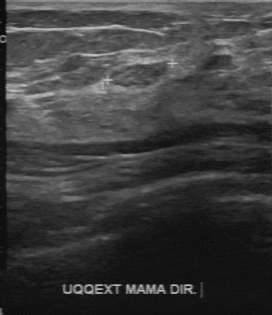
Breast ultrasound scan.
Original-read BI-RADS category: 2. On a second, independent read, a lesion with a regular margin and a clear boundary is seen; it is slightly hypoechoic. The biopsy result was cyst; the lesion is benign.